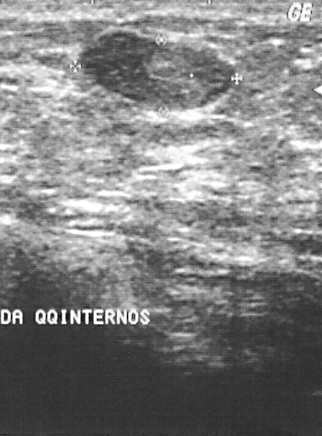
Modality: breast US.
This breast US shows a lesion. BI-RADS category 2. Histopathology: fibroadenoma (benign).